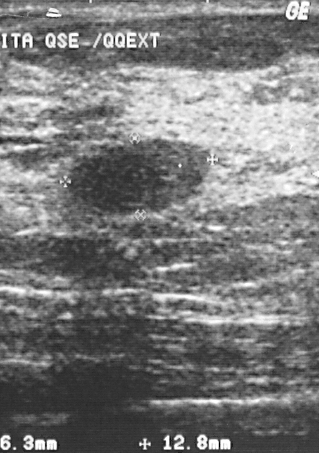
Breast US.
Outcome on biopsy or follow-up is benign. BI-RADS assessment: 2.